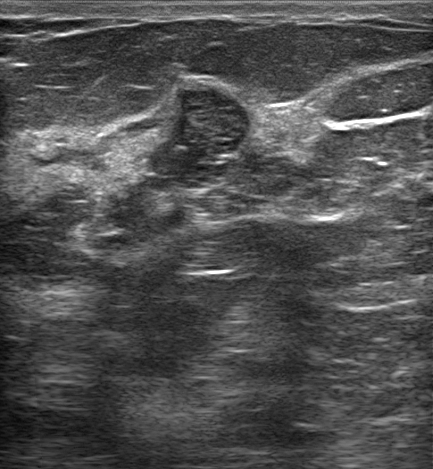
Patient age: 43. Modality: breast ultrasound.
The finding appears irregular. The finding has indistinct margins. Internally the finding is hypoechoic. Posterior features: enhancement. No echogenic halo is seen. There are no calcifications. Skin thickening: none. Biopsy confirmed fibroadenoma. Assigned BI-RADS 4B. The finding is benign on biopsy or follow-up.